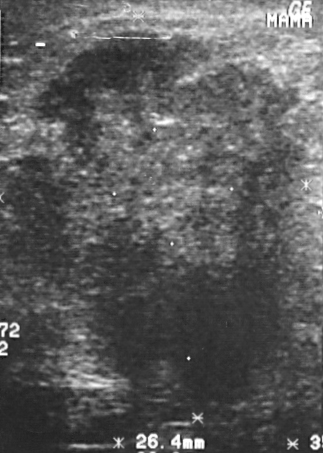
Modality: breast ultrasound image.
Breast lesion: malignant on biopsy or follow-up. (BI-RADS category 5.)